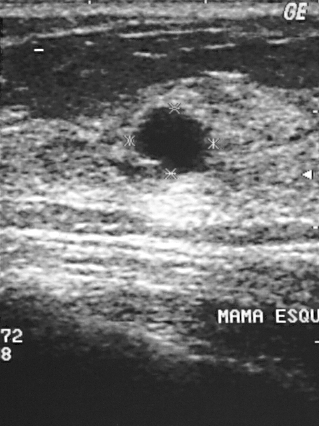
Breast ultrasound image.
- BI-RADS category: 2
- outcome on biopsy or follow-up: benign